Modality: breast ultrasound.
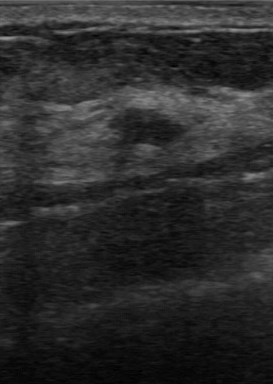
Breast ultrasound findings:
- biopsy result: fibrocystic changes
- internal echoes: hypoechoic
- independent BI-RADS assessment: 3
- lesion margin: regular
- original BI-RADS: 3
- boundary: clear